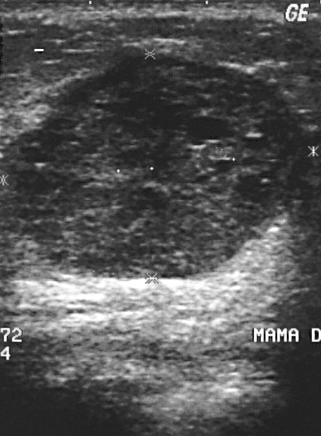
Modality: breast ultrasound image.
A finding is present on this breast ultrasound image. BI-RADS category 4. The biopsy result was invasive ductal carcinoma; the finding is malignant.